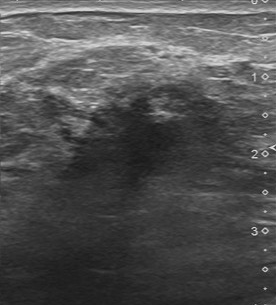
Modality: breast ultrasound.
Biopsy result: invasive ductal carcinoma. BI-RADS on independent re-read: 4B.
OUTCOME ON BIOPSY OR FOLLOW-UP: malignant.